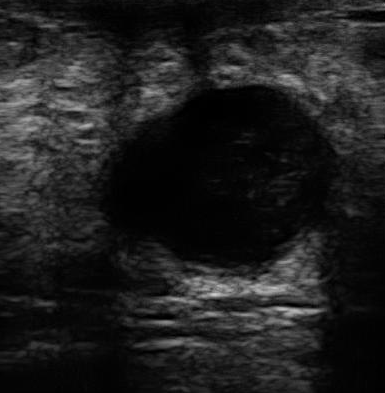
Imaging: B-mode breast ultrasound. Scanner: U-Systems @10-14MHz.
This B-mode breast ultrasound shows a mass with original BI-RADS: 2, biopsy result: cyst, calcifications: none, independent BI-RADS assessment: 4A, regular contour.